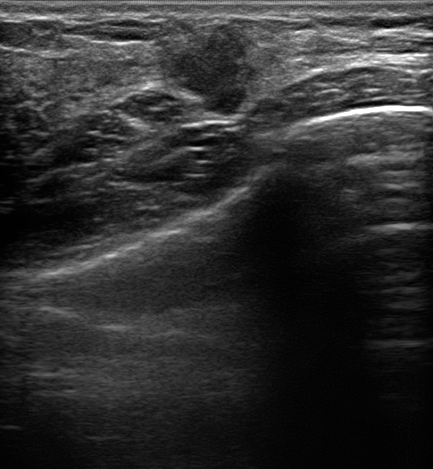
Breast ultrasound image. Patient age: 34.
Breast lesion bounding box: (166,22)-(263,133). The breast lesion is malignant on biopsy or follow-up. BI-RADS 4C.